Breast ultrasound image.
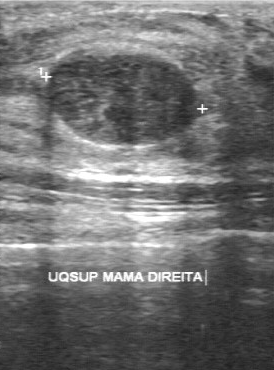
The breast lesion was categorized BI-RADS 3 in the original read. A second, independent read describes the breast lesion as follows. The breast lesion has a regular margin. Boundary: clear. The breast lesion is heterogeneous. No calcifications are seen. Histopathology: fibroadenoma (benign).